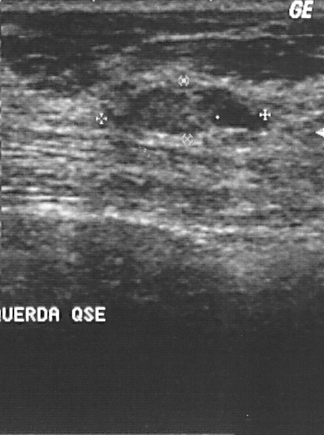
Modality: breast ultrasound scan. Scanner: GE Logiq 5 @10-12MHz.
BI-RADS assessment: 2. Pathology confirmed fibroadenoma. The finding is benign on biopsy or follow-up.